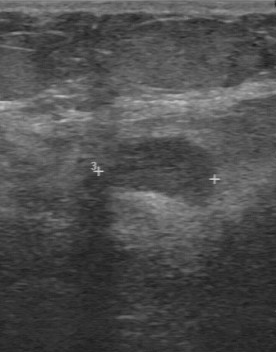
Imaging: breast ultrasound scan.
(coordinates in a 276x352 pixel frame) The breast lesion is located within the bounding box (99,137)-(217,208). BI-RADS 3.